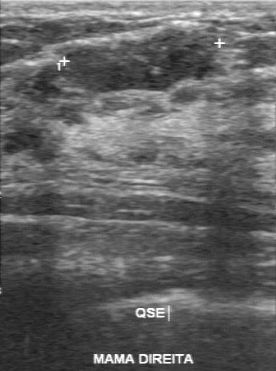
Imaging: breast ultrasound image.
A finding is seen with biopsy result: fibroadenoma, BI-RADS category: 3.